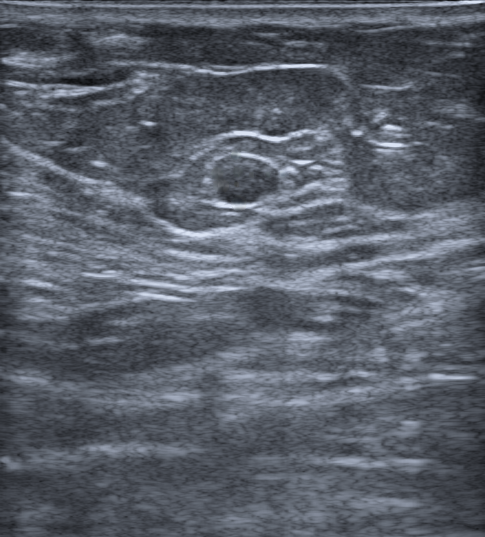
Modality: breast ultrasound image.
Breast ultrasound image findings:
- posterior acoustic features: none
- echogenic halo: absent
- BI-RADS: 2
- echogenicity: hypoechoic
- biopsy or follow-up result: benign
- shape: oval
- skin thickening: none
- borders: circumscribed
- calcifications: absent